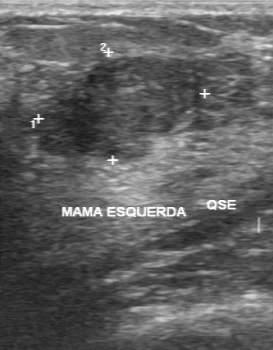
B-mode breast ultrasound. Scanner: GE Logiq 7 @10-14MHz.
The original reader assigned BI-RADS 3. On a second, independent read, a lesion with a partially regular margin and a fairly clear boundary is seen; it is slightly hypoechoic. There are no calcifications. Pathology confirmed benign fibroadenoma.